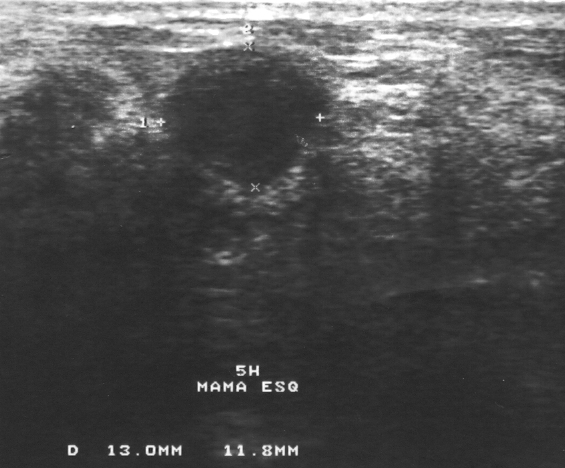
Modality: B-mode breast ultrasound.
Coordinates are pixels in the 565x468 image. Finding bounding box: (164,50)-(314,185).